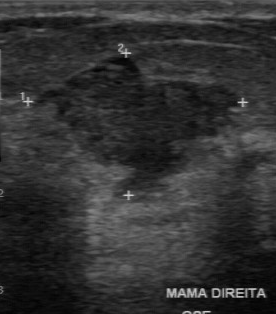
B-mode breast ultrasound.
FINDINGS: Pathology: fibroadenoma. BI-RADS assessment: 4.
OUTCOME ON BIOPSY OR FOLLOW-UP: benign.